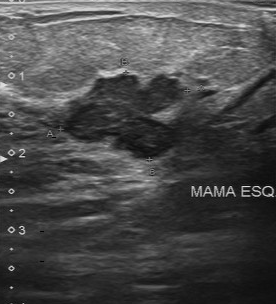
Imaging: breast ultrasound scan.
The finding is malignant on biopsy or follow-up. (BI-RADS category 4.)